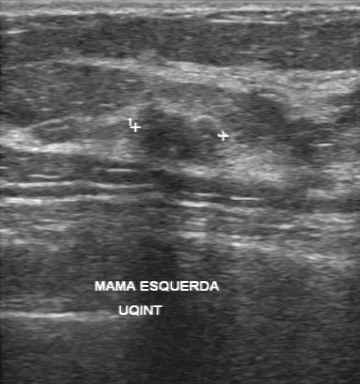
Scanner: GE Logiq 7 @10-14MHz. Modality: breast US.
This breast US shows a lesion, benign on biopsy or follow-up.